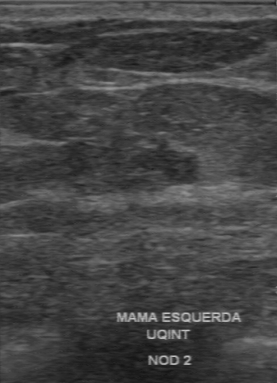
B-mode breast ultrasound. Scanner: GE Logiq 7 @10-14MHz.
Original-read BI-RADS category: 3. On a second read by an independent reader: Echo pattern: hypoechoic. The margin is partially regular. There are no calcifications. The lesion boundary is somewhat unclear. Histopathology: invasive ductal carcinoma (malignant).